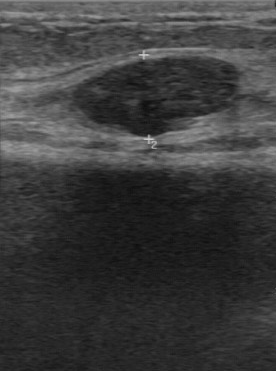
Scanner: GE Logiq 7 @10-14MHz. Imaging: breast ultrasound image.
The breast lesion is benign on biopsy or follow-up. BI-RADS 2.